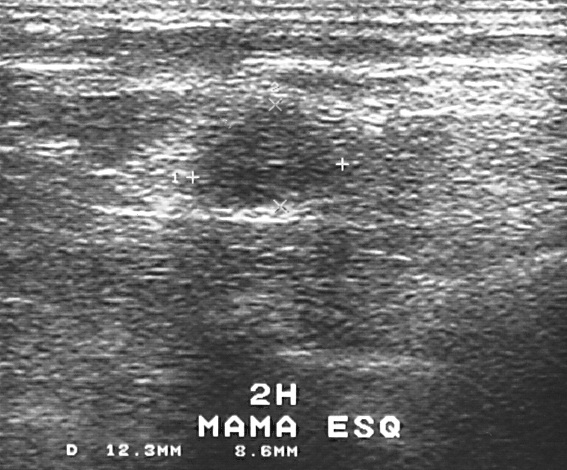
Breast ultrasound image.
Lesion characteristics:
- histopathology: fibrocystic changes
- confirmed outcome (biopsy or follow-up): benign
- BI-RADS: 3